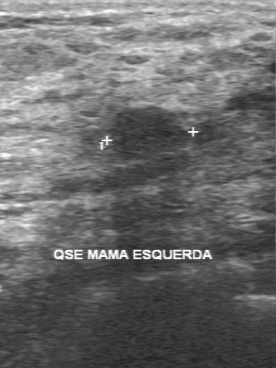
Breast ultrasound scan.
The original reader assigned BI-RADS 3. The following findings are from a second reader, independent of the original assessment. Margin: regular. Boundary: fairly clear. Internally the breast lesion is slightly hypoechoic. There are no calcifications. Histopathology: fibroadenoma (benign).